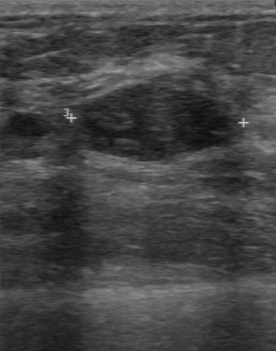
Modality: breast sonogram.
Biopsy or follow-up result: benign. BI-RADS 3.